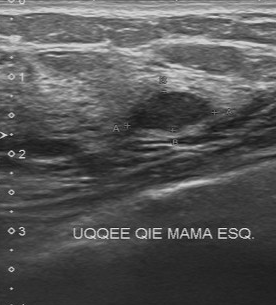
Imaging: breast US. Acquired on Toshiba Aplio 300 @12-14 MHz.
The finding was assessed as BI-RADS 3 by the original reader. On a second read by an independent reader: Calcifications: none. The finding is hypoechoic. Boundary: clear. Margin: regular. The biopsy result was fibrocystic changes; the finding is benign.